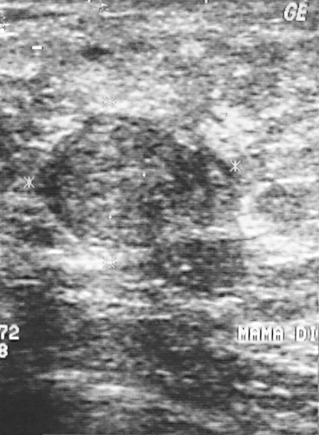
Imaging: breast ultrasound.
Coordinates are pixels in the 319x435 image. Breast lesion bounding box: x1=33, y1=111, x2=237, y2=244. BI-RADS 3.